Imaging: breast sonogram. Acquired on GE Logiq 5 @10-12MHz.
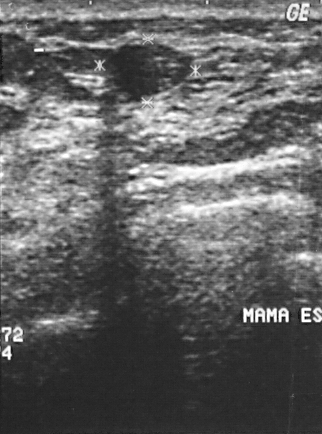
BI-RADS assessment: 2. Outcome on biopsy or follow-up: benign. Pathology confirmed fibroadenoma.